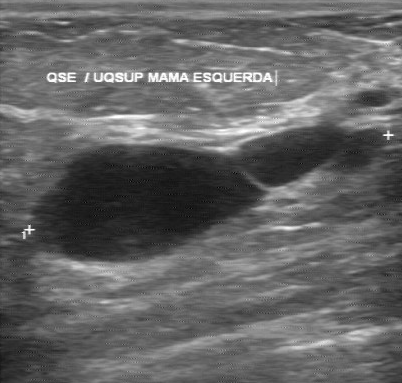
Scanner: GE Logiq 7 @10-14MHz. Imaging: breast sonogram.
Pixel coordinates (x1, y1, x2, y2): Lesion region of interest: 34 123 344 264. The mass is benign on biopsy or follow-up.